Modality: breast US.
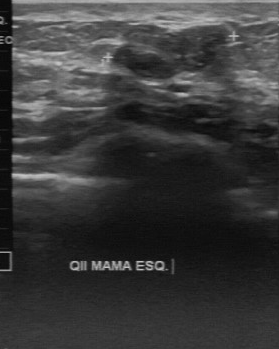
The mass was assessed as BI-RADS 3 by the original reader. A second, independent read describes the mass as follows. The mass has a partially regular margin. Its boundary is fairly clear. Internally the mass is slightly hypoechoic. No calcifications are seen. The biopsy result was fibroadenoma; the mass is benign.